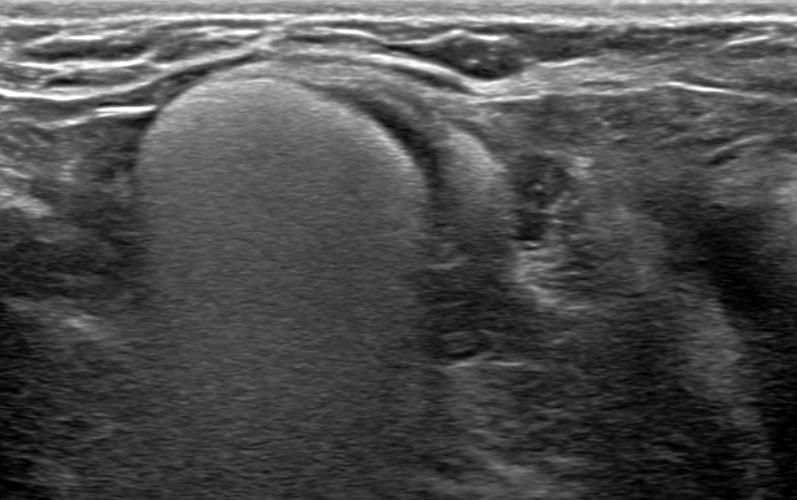
Breast US.
(coordinates in a 797x500 pixel frame) Lesion region of interest: top-left (115, 72), bottom-right (435, 343).